Acquired on GE Logiq 7 @10-14MHz. Imaging: breast US.
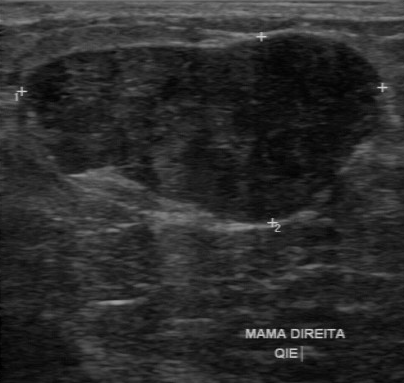
Original-read BI-RADS category: 3. On a second read by an independent reader: The lesion has a regular margin. Boundary: clear. Echo pattern: hypoechoic. No calcifications are seen. The biopsy result was fibroadenoma; the lesion is benign.